Imaging: breast sonogram.
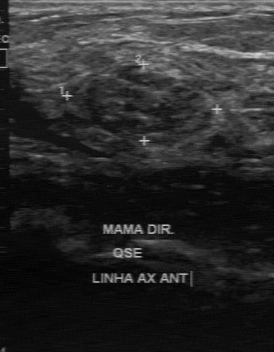
BI-RADS 3 in the original read. The following findings are from a second reader, independent of the original assessment. Its boundary is fairly clear. Margin: regular. Internally the breast lesion is heterogeneous. There are no calcifications. Histopathology: fibroadenoma (benign).